Imaging: breast sonogram.
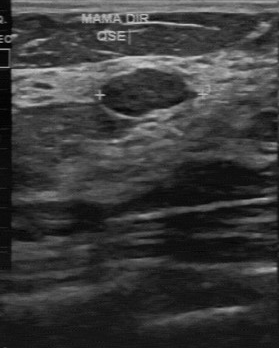
The finding demonstrates regular contour, hypoechoic internal echoes, calcifications: absent, clear boundary, biopsy result: fibroadenoma.